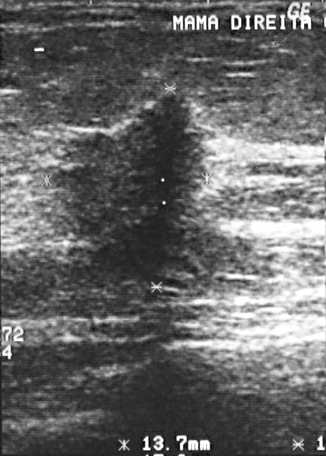
Acquired on GE Logiq 5 @10-12MHz. Imaging: B-mode breast ultrasound.
A breast lesion is present on this B-mode breast ultrasound. BI-RADS category 5. Biopsy showed invasive ductal carcinoma, a malignant finding.